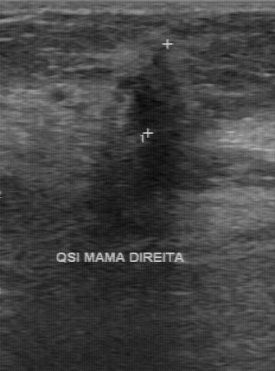
Scanner: GE Logiq 7 @10-14MHz. Modality: breast ultrasound.
Pixel coordinates (x1, y1, x2, y2): The breast lesion is located within the bounding box (117,49)-(199,190). The breast lesion is malignant on biopsy or follow-up. BI-RADS 4.